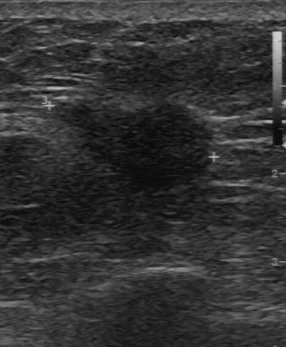
Imaging: breast sonogram.
The finding was categorized BI-RADS 4 in the original read. On a second, independent read, a finding with an irregular margin and an unclear boundary is seen; it is hypoechoic. The biopsy result was invasive ductal carcinoma; the finding is malignant.